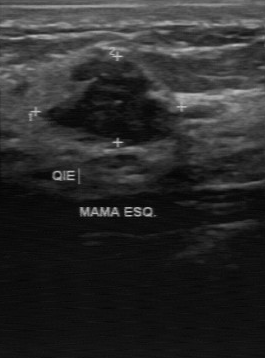
Imaging: breast sonogram.
This breast sonogram shows a lesion, benign on biopsy or follow-up.